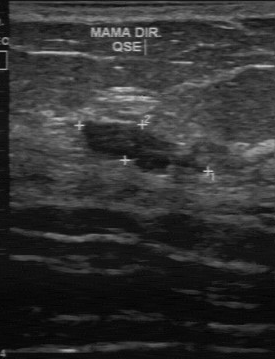
Scanner: GE Logiq 7 @10-14MHz. Modality: breast ultrasound scan.
Lesion: benign on biopsy or follow-up. (BI-RADS category 4.)